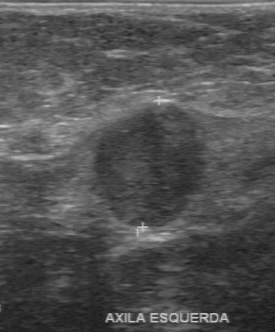
Modality: B-mode breast ultrasound. Scanner: GE Logiq 7 @10-14MHz.
FINDINGS: B-mode breast ultrasound. Internal echoes: slightly hypoechoic. Calcifications: none. Lesion boundary: fairly clear. BI-RADS (second read): 4A.